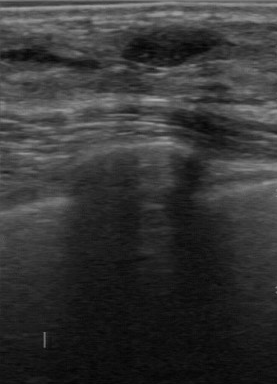
Acquired on GE Logiq 7 @10-14MHz. Modality: breast sonogram.
The mass demonstrates biopsy result: fibroadenoma, clear boundary, regular margin, hypoechoic internal echoes, biopsy or follow-up result: benign, calcifications: absent.